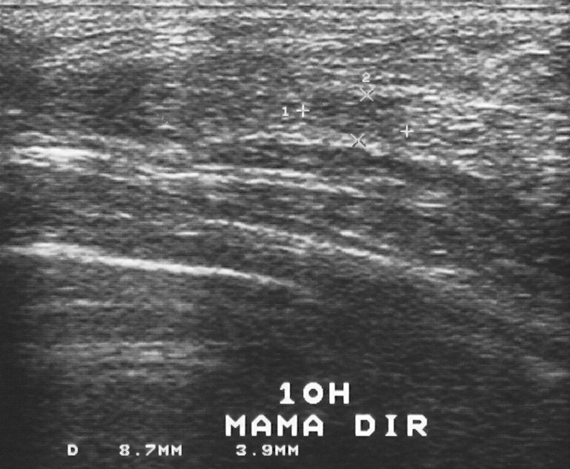
Imaging: breast ultrasound.
FINDINGS: BI-RADS assessment: 2. Biopsy or follow-up result: benign. Histopathology: fibrocystic changes.
OUTCOME ON BIOPSY OR FOLLOW-UP: benign.